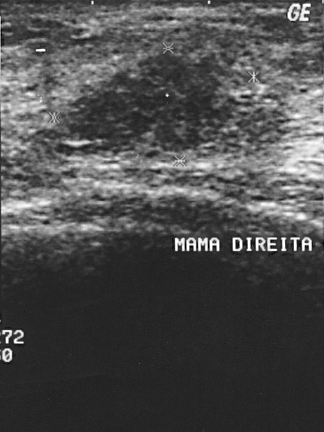
B-mode breast ultrasound. Scanner: GE Logiq 5 @10-12MHz.
B-mode breast ultrasound findings:
- BI-RADS assessment: 4
- biopsy result: invasive ductal carcinoma
- biopsy or follow-up result: malignant